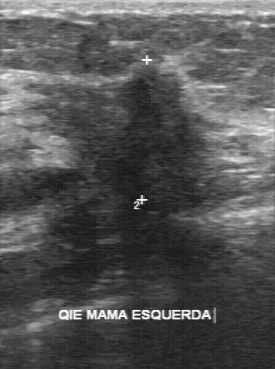
Scanner: GE Logiq 7 @10-14MHz. Breast ultrasound scan.
Breast ultrasound scan findings:
- BI-RADS: 5
- histopathology: invasive ductal carcinoma
- confirmed outcome (biopsy or follow-up): malignant